Breast ultrasound image. Acquired on GE Logiq 7 @10-14MHz.
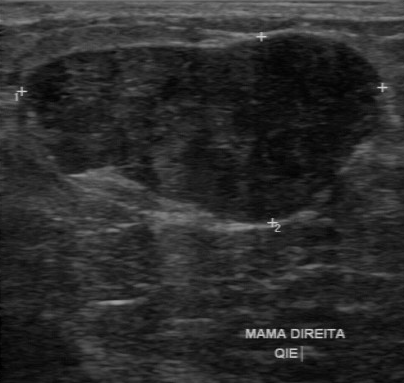
- BI-RADS (first reader): 3
- echo pattern: hypoechoic
- margin: regular
- lesion boundary: clear
- BI-RADS (second read): 3